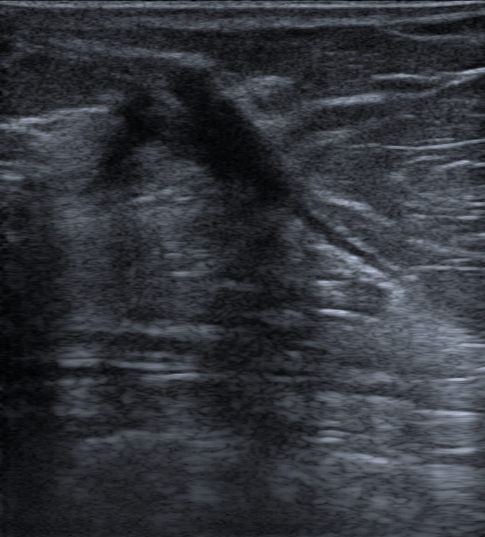
Age 59. Modality: breast sonogram.
There is an irregular finding that is hypoechoic, with margins that are not circumscribed (spiculated and indistinct). There is posterior shadowing. Skin thickening: present. There is no echogenic halo. BI-RADS assessment: 2; biopsy or follow-up result: benign. The finding was confirmed by follow-up care.